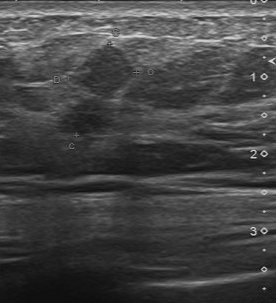
Imaging: breast ultrasound image.
BI-RADS 5 in the original read; on a second read the margin is partially regular, the boundary fairly clear and the lesion slightly hypoechoic. Calcifications: none. Histopathology: invasive ductal carcinoma (malignant).